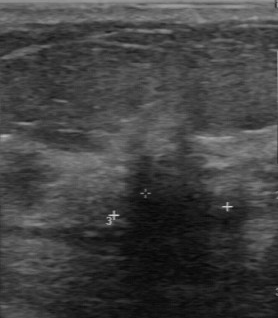
Modality: breast ultrasound scan.
Original-read BI-RADS category: 4. The following findings are from a second reader, independent of the original assessment. The lesion boundary is unclear. Calcifications: none. Margin: irregular. Echo pattern: hypoechoic. The biopsy result was invasive ductal carcinoma; the breast lesion is malignant.